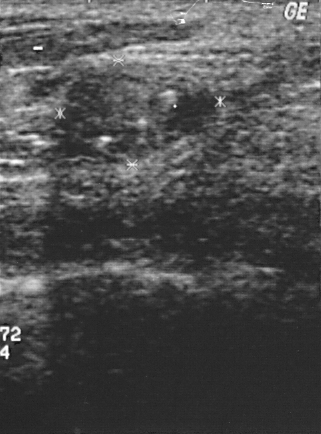
Breast sonogram.
Biopsy or follow-up result: benign.